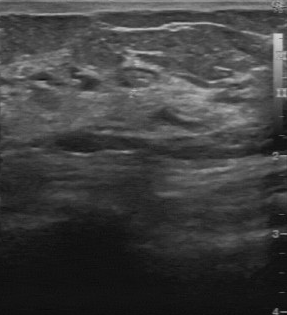
Breast US.
The lesion is benign on biopsy or follow-up.